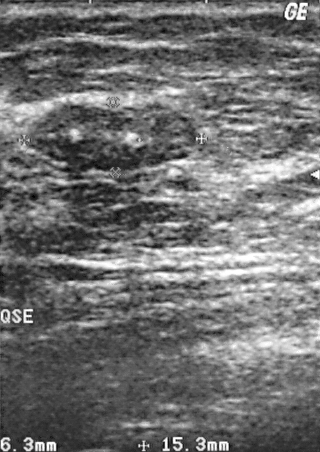
Imaging: breast sonogram.
The mass is located within the bounding box (29, 101) to (200, 171). The mass is benign on biopsy or follow-up.